Modality: breast ultrasound scan. Acquired on GE Logiq 7 @10-14MHz.
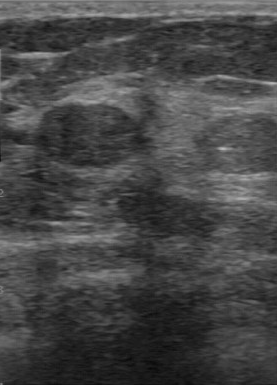
BI-RADS 2 in the original read; on a second read the margin is regular, the boundary clear and the finding hypoechoic. There are no calcifications. The biopsy result was fibroadenoma; the finding is benign.